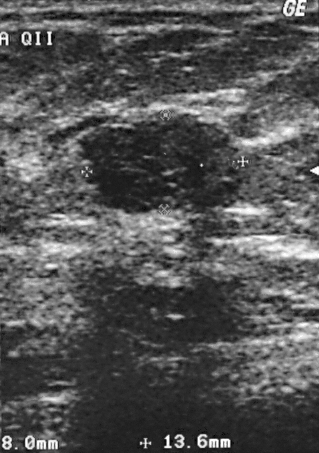
Modality: breast ultrasound scan.
Biopsy or follow-up result: benign. Biopsy showed fibroadenoma. Assigned BI-RADS 4.